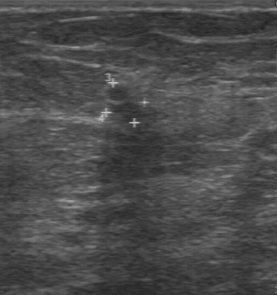
Modality: breast ultrasound scan.
Coordinates are pixels in the 277x295 image. Finding bounding box: (104,85)-(144,122). The finding is malignant on biopsy or follow-up.